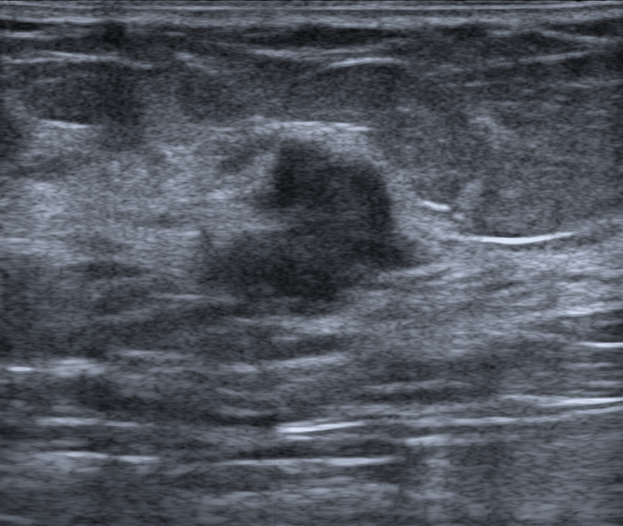
Breast sonogram.
An irregular, hypoechoic finding with non-circumscribed (spiculated and indistinct) margins is seen. Posterior features: none. No echogenic halo is seen. Skin thickening: none. Calcifications: none. The finding is categorized as BI-RADS 4B; on biopsy or follow-up it was malignant.